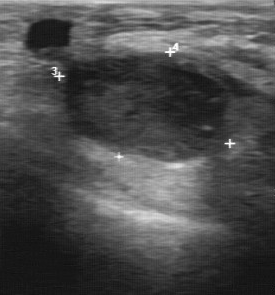
Modality: breast ultrasound scan.
BI-RADS is 3. The confirmed outcome (biopsy or follow-up) is malignant.